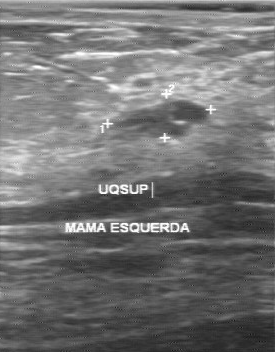
Imaging: breast US.
FINDINGS: Calcifications: absent. BI-RADS (first reader): 3. Contour: regular. BI-RADS (second read): 3. Internal echoes: hypoechoic. Biopsy or follow-up result: benign.
OUTCOME ON BIOPSY OR FOLLOW-UP: benign.